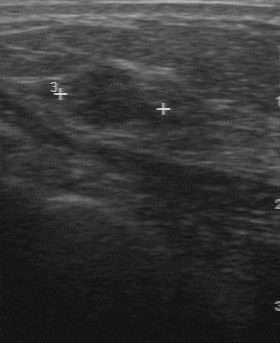
Modality: breast ultrasound image. Acquired on GE Logiq 7 @10-14MHz.
Biopsy result: invasive ductal carcinoma. The BI-RADS assessment is 4. Outcome on biopsy or follow-up is malignant.